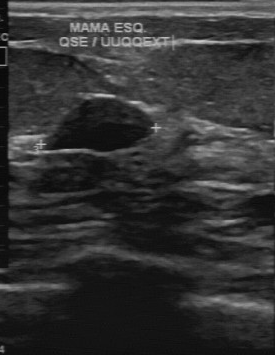
Scanner: GE Logiq 7 @10-14MHz. Modality: breast ultrasound scan.
The mass was categorized BI-RADS 3 in the original read. On a second read by an independent reader: No calcifications are seen. The lesion boundary is clear. Echo pattern: hypoechoic. The margin is regular. Biopsy showed fibroadenoma, a benign finding.